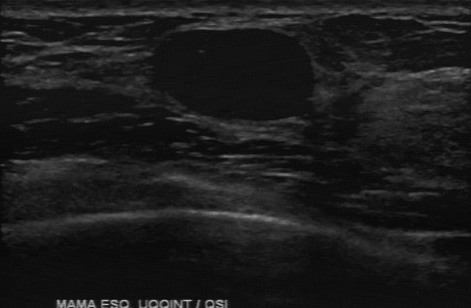
Modality: breast ultrasound scan.
Original-read BI-RADS category: 2. On a second, independent read, a finding with a regular margin and a clear boundary is seen; it is hypoechoic. The biopsy result was fibroadenoma; the finding is benign.